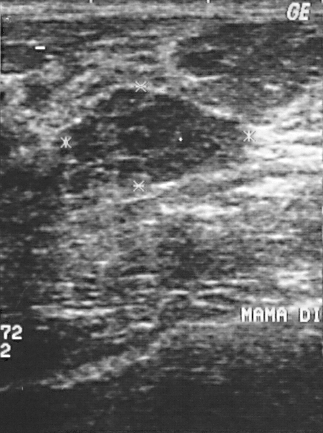
Imaging: breast sonogram.
This mass proved benign on biopsy or follow-up.
The biopsy result was fibroadenoma; the mass is benign.
Assigned BI-RADS 2.